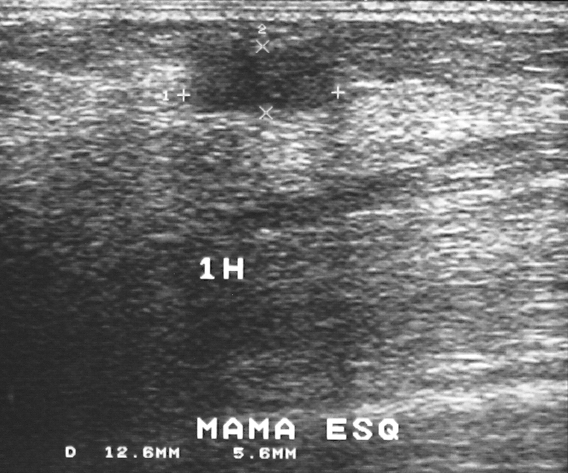
Breast US.
(coordinates in a 568x473 pixel frame) Segment the finding: bounding box top-left (192, 49), bottom-right (335, 111). The finding is benign on biopsy or follow-up.